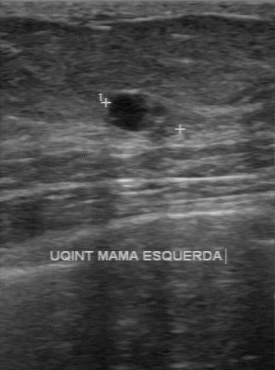
Breast US.
BI-RADS 4 in the original read. On a second, independent read, a mass with a partially regular margin and a clear boundary is seen; it is hypoechoic. Pathology confirmed benign fibroadenoma.